Imaging: breast ultrasound.
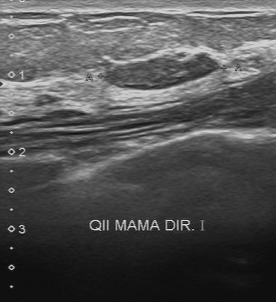
BI-RADS 3 in the original read. On a second, independent read, a mass with a regular margin and a clear boundary is seen; it is slightly hypoechoic. There are no calcifications. Biopsy showed fibroadenoma, a benign finding.